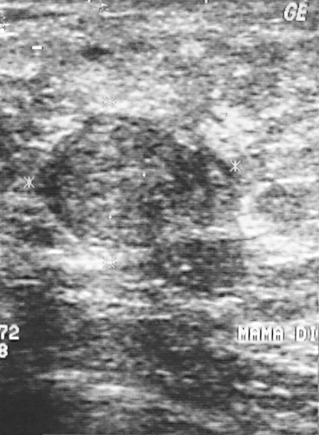
Modality: breast sonogram.
This mass proved benign on biopsy or follow-up. BI-RADS assessment: 3. The biopsy result was fibroadenoma.